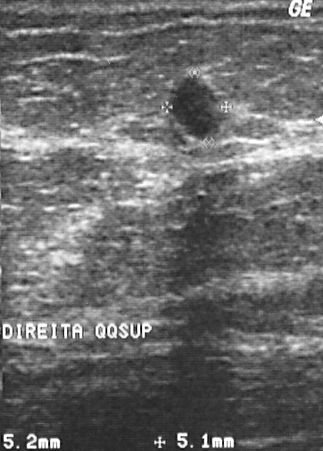
Scanner: GE Logiq 5 @10-12MHz. B-mode breast ultrasound.
Outcome on biopsy or follow-up: benign.